Scanner: GE Logiq 7 @10-14MHz. Breast ultrasound image.
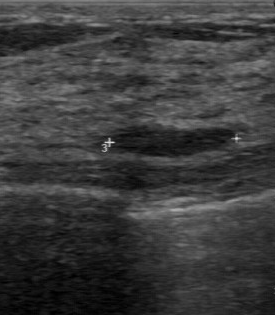
BI-RADS on independent re-read is 3. Outcome on biopsy or follow-up: benign. Original BI-RADS is 2.